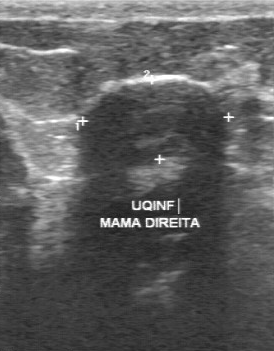
Imaging: breast US.
Coordinates are pixels in the 274x351 image. Lesion region of interest: 85 81 221 164.